Breast ultrasound image. Acquired on GE Logiq 7 @10-14MHz.
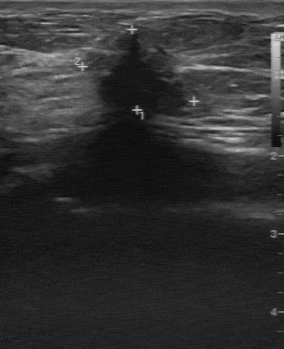
FINDINGS: Lesion boundary: unclear. Calcifications: absent. Contour: irregular. Echogenicity: hypoechoic. BI-RADS on independent re-read: 4B. BI-RADS (first reader): 4.